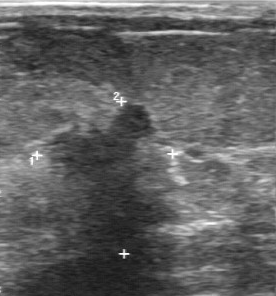
Breast ultrasound image.
The finding demonstrates second-reader BI-RADS: 4C, confirmed outcome (biopsy or follow-up): malignant, calcifications: absent, BI-RADS (first reader): 5.